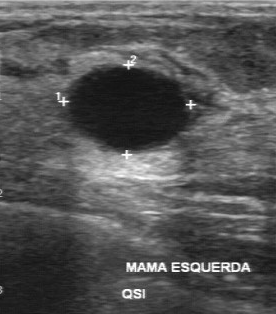
Breast ultrasound image.
BI-RADS 2 in the original read. A second reader, independent of the original assessment, describes an anechoic finding with a regular margin; the boundary is clear. No calcifications are seen. The biopsy result was cyst; the finding is benign.